Modality: breast US.
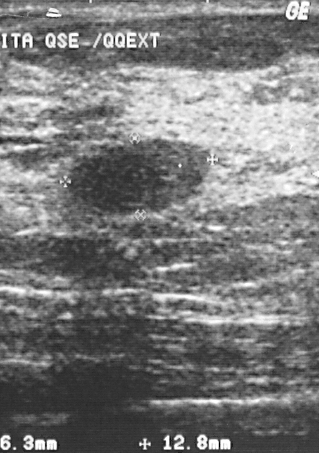
(coordinates in a 319x453 pixel frame) The mass occupies approximately top-left (68, 140), bottom-right (210, 216). BI-RADS 2.